Imaging: breast ultrasound scan.
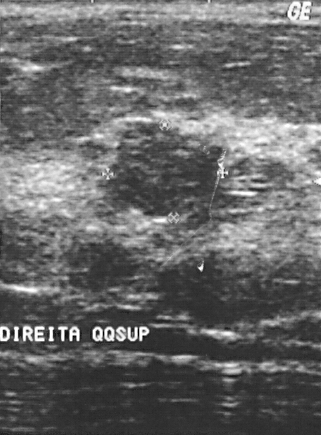
The biopsy result was fibroadenoma; the breast lesion is benign. Outcome on biopsy or follow-up: benign. Assigned BI-RADS 4.